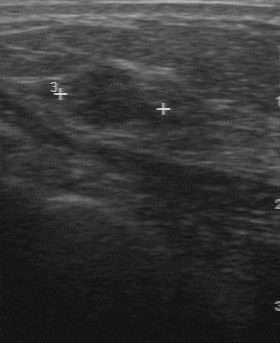
Imaging: breast ultrasound scan.
The original reader assigned BI-RADS 4. On a second, independent read, a finding with a partially regular margin and a somewhat unclear boundary is seen; it is slightly hypoechoic. Calcifications: none. Pathology confirmed malignant invasive ductal carcinoma.